Breast ultrasound scan.
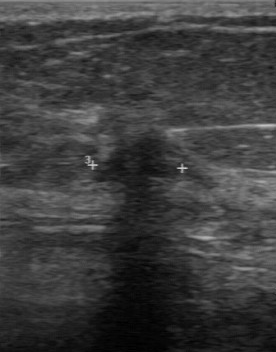
Lesion characteristics:
- BI-RADS category: 4
- outcome on biopsy or follow-up: malignant